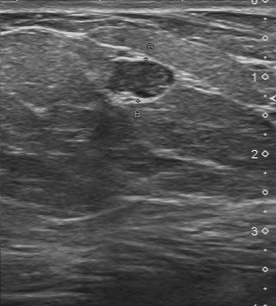
Breast sonogram.
FINDINGS: BI-RADS assessment: 4. Outcome on biopsy or follow-up: benign.
OUTCOME ON BIOPSY OR FOLLOW-UP: benign.